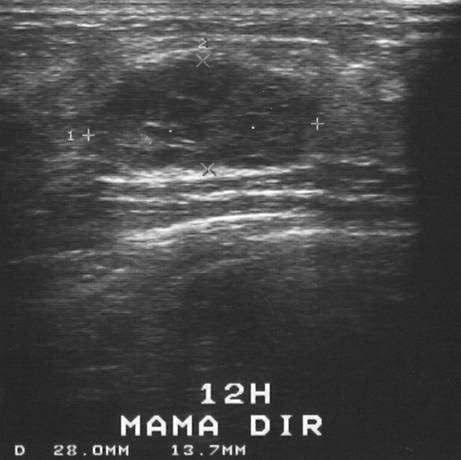
Acquired on GE Logiq 5 @10-12MHz. Breast ultrasound image.
- BI-RADS assessment: 4
- biopsy result: fibroadenoma